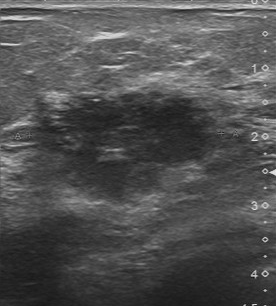
Imaging: breast ultrasound.
Outcome on biopsy or follow-up: malignant. (BI-RADS category 5.)